Breast ultrasound.
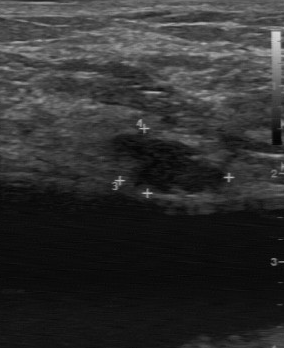
The biopsy or follow-up result is benign. The biopsy result is fibroadenoma. BI-RADS assessment is 4.